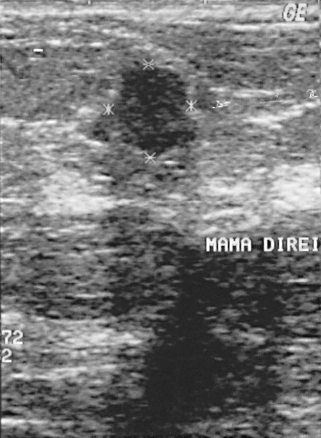
Breast US.
The lesion is benign on biopsy or follow-up. BI-RADS category 4. Pathology confirmed fibroadenoma.